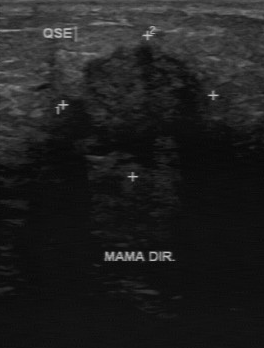
Imaging: breast ultrasound image.
This breast ultrasound image shows a finding with calcifications: none, biopsy result: invasive ductal carcinoma, irregular contour, unclear boundary, hypoechoic echo pattern.